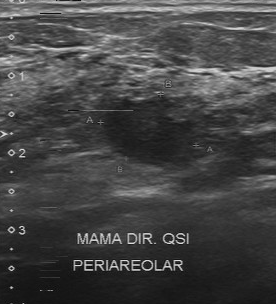
Scanner: Toshiba Aplio 300 @12-14 MHz. Breast sonogram.
FINDINGS: BI-RADS assessment: 4. Outcome on biopsy or follow-up: benign. Pathology: hyperplasia.
OUTCOME ON BIOPSY OR FOLLOW-UP: benign.